Modality: breast ultrasound image. Acquired on GE Logiq 7 @10-14MHz.
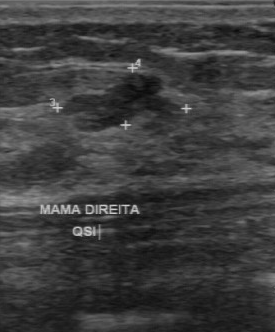
The finding was assessed as BI-RADS 3 by the original reader. On a second, independent read, a finding with a regular margin and a somewhat unclear boundary is seen; it is hypoechoic. There are no calcifications. The biopsy result was fibroadenoma; the finding is benign.